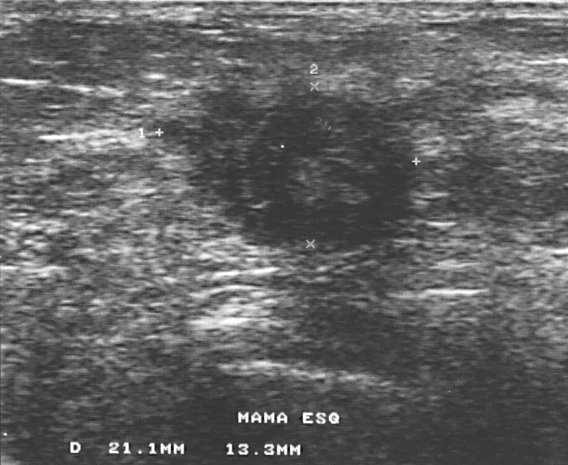
B-mode breast ultrasound.
Pixel coordinates (x1, y1, x2, y2): The mass occupies approximately top-left (157, 86), bottom-right (413, 256). The mass is malignant on biopsy or follow-up. BI-RADS 4.